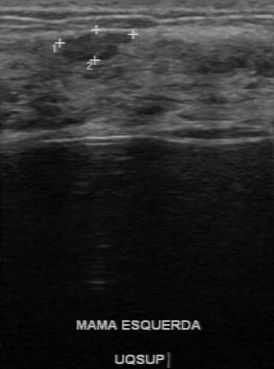
Modality: breast ultrasound.
Lesion characteristics:
- original BI-RADS: 3
- confirmed outcome (biopsy or follow-up): benign
- calcifications: none
- second-reader BI-RADS: 3